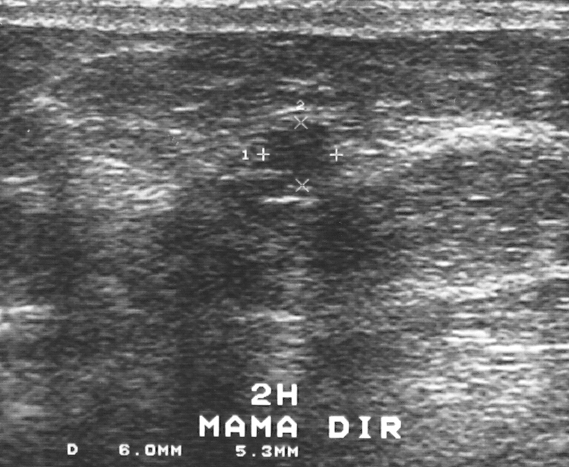
Modality: breast ultrasound image.
Biopsy or follow-up result: benign. BI-RADS 4.